Imaging: B-mode breast ultrasound.
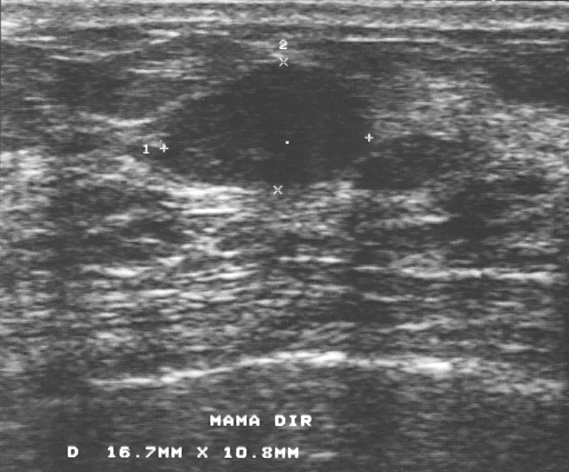
This B-mode breast ultrasound shows a lesion. BI-RADS category 3. Biopsy showed fibroadenoma, a benign finding.